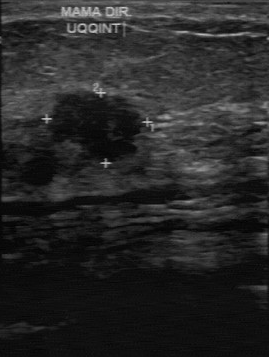
Acquired on GE Logiq 7 @10-14MHz. Breast ultrasound scan.
(coordinates in a 269x357 pixel frame) The lesion is located within the bounding box 45 92 141 161. The lesion is malignant on biopsy or follow-up. BI-RADS 4.